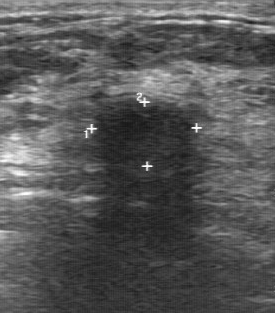
Modality: breast ultrasound.
The original reader assigned BI-RADS 2. On a second, independent read, a mass with a partially regular margin and an unclear boundary is seen; it is hypoechoic. Calcifications: none. Histopathology: cyst (benign).